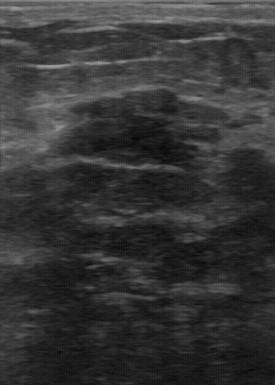
Breast ultrasound.
Breast ultrasound findings:
- biopsy or follow-up result: benign
- histopathology: fibroadenoma
- BI-RADS assessment: 4